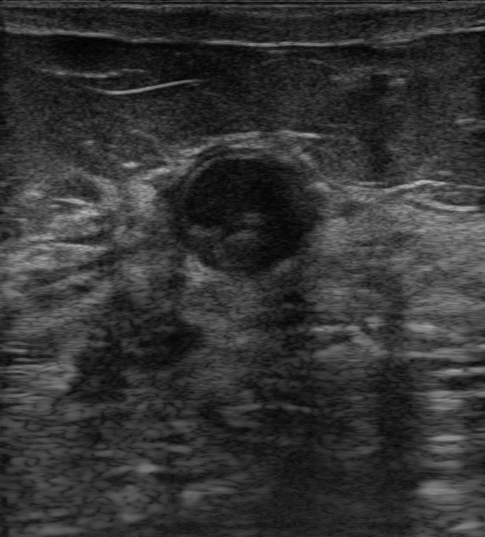
Imaging: breast ultrasound.
Biopsy or follow-up result: benign. (BI-RADS category 4A.)